Modality: breast ultrasound image.
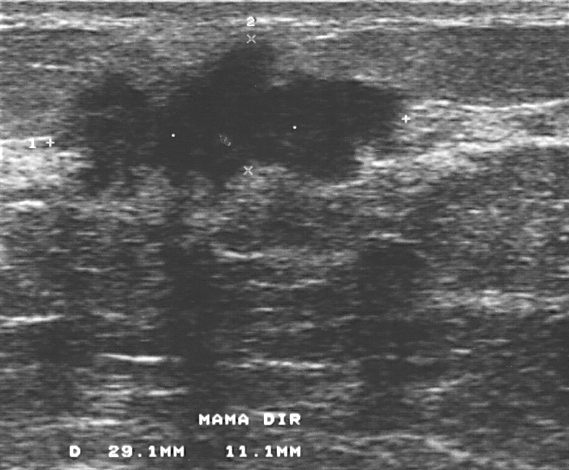
Pixel coordinates (x1, y1, x2, y2): Segment the breast lesion: bounding box (49,31)-(412,205). The breast lesion is malignant on biopsy or follow-up. BI-RADS 4.